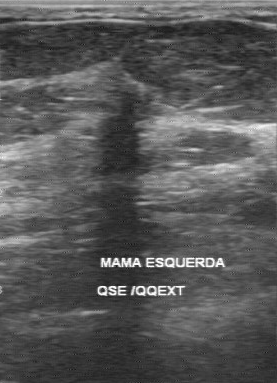
Breast sonogram.
Outcome on biopsy or follow-up: malignant. (BI-RADS category 5.)